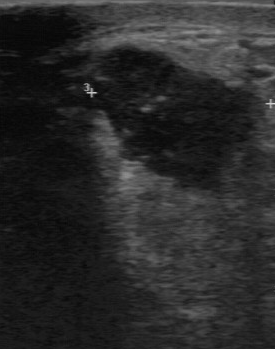
Imaging: B-mode breast ultrasound. Scanner: GE Logiq 7 @10-14MHz.
Biopsy or follow-up result: malignant.